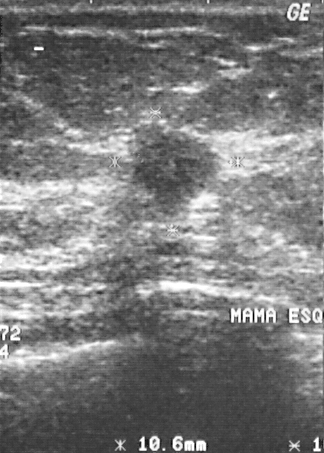
Breast sonogram.
This breast sonogram shows a breast lesion. Assessment: BI-RADS 4. Histopathology: invasive ductal carcinoma (malignant).